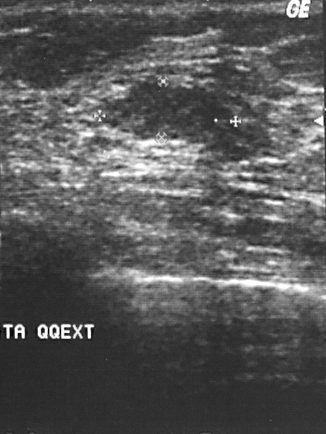
Imaging: B-mode breast ultrasound.
This B-mode breast ultrasound shows a breast lesion. BI-RADS category 2. Histopathology: fibroadenoma (benign).